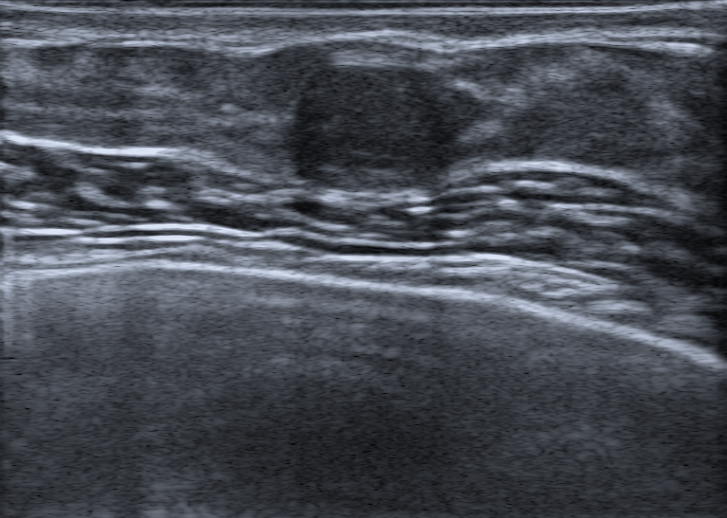
Imaging: breast sonogram. 39-year-old patient. Background tissue composition: homogeneous: fibroglandular.
There are no calcifications. Posterior features: none. No echogenic halo is seen. Its echo pattern is hypoechoic. The finding has a circumscribed margin. No skin thickening is seen. Shape: oval. This finding proved benign on biopsy or follow-up. Differential on reading: Fibroadenoma. BI-RADS category 4A.